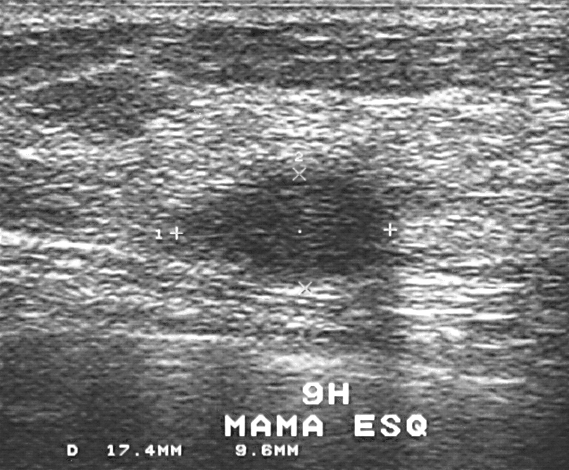
Imaging: breast sonogram.
- BI-RADS: 3
- histopathology: fibrocystic changes